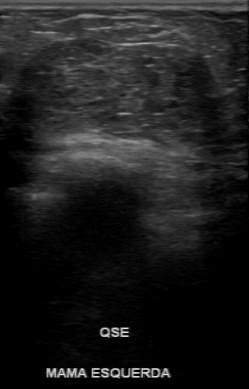
Modality: breast ultrasound image.
Original-read BI-RADS category: 4. A second, independent read describes the finding as follows. The finding has a regular margin. There are no calcifications. The lesion boundary is somewhat unclear. Internally the finding is hypoechoic. The biopsy result was mucinous carcinoma; the finding is malignant.